Modality: breast US.
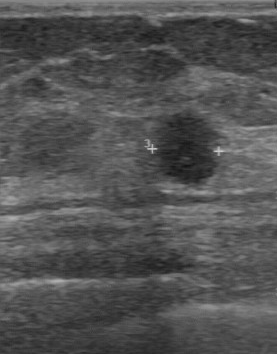
Outcome on biopsy or follow-up: malignant.